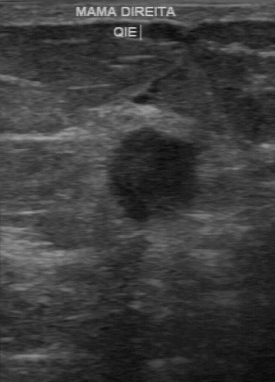
Imaging: breast sonogram.
Outcome on biopsy or follow-up: malignant. Independent BI-RADS assessment: 4A. The histopathology is invasive ductal carcinoma. The original BI-RADS is 4. Contour: partially regular. Echogenicity: hypoechoic.